Imaging: breast sonogram. Scanner: Toshiba Aplio 300 @12-14 MHz.
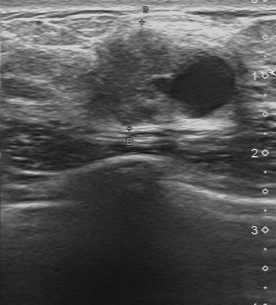
The original reader assigned BI-RADS 4. Descriptors from an independent second read (not the reader who assigned the category): There are no calcifications. The margin is partially regular. The mass has a mixed cystic and solid echo pattern. Its boundary is somewhat unclear. The biopsy result was invasive ductal carcinoma; the mass is malignant.